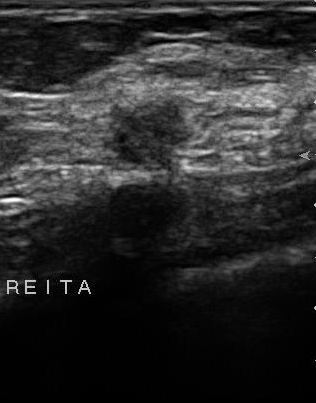
Imaging: breast ultrasound scan.
Echo pattern: slightly hypoechoic. BI-RADS (first reader): 4. Biopsy or follow-up result: malignant. Pathology: invasive ductal carcinoma. Lesion boundary: somewhat unclear. Second-reader BI-RADS: 4A. Lesion margin: partially regular.